Imaging: breast ultrasound scan.
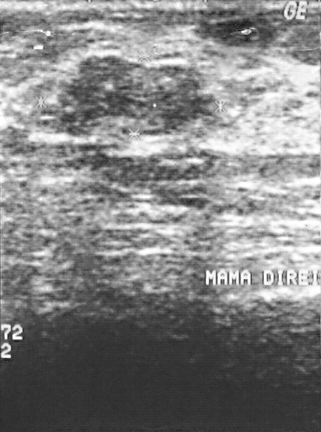
Mass: benign on biopsy or follow-up. (BI-RADS category 3.)